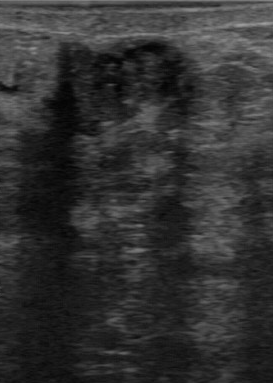
Modality: breast ultrasound image.
Lesion: malignant on biopsy or follow-up. (BI-RADS category 4.)